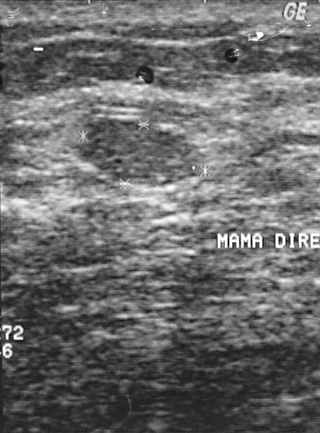
Scanner: GE Logiq 5 @10-12MHz. Breast sonogram.
(coordinates in a 320x433 pixel frame) The breast lesion is located within the bounding box 79 121 203 185.